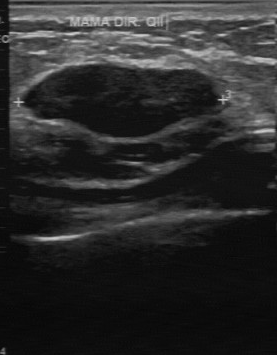
Modality: breast ultrasound.
Outcome on biopsy or follow-up: benign.